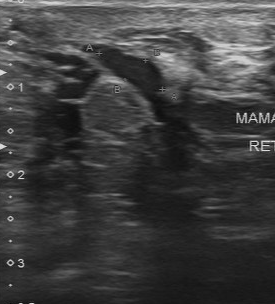
Breast sonogram.
The mass was assessed as BI-RADS 2 by the original reader. A second, independent read describes the mass as follows. Margin: regular. Boundary: fairly clear. Internally the mass is slightly hypoechoic. Calcifications: none. Biopsy showed apocrine metaplasia, a benign finding.